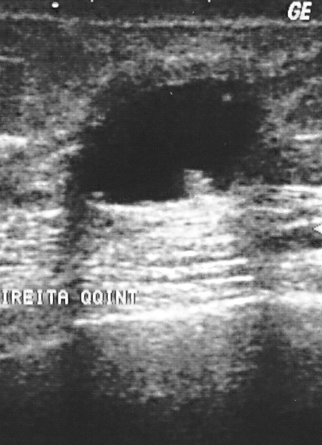
Modality: breast ultrasound.
The breast lesion demonstrates histopathology: cyst, BI-RADS assessment: 4.